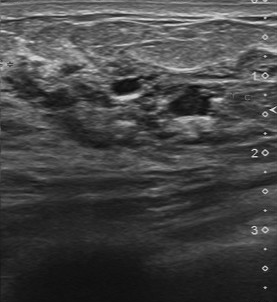
Acquired on Toshiba Aplio 300 @12-14 MHz. Imaging: breast ultrasound.
Finding: mass, benign on biopsy or follow-up. BI-RADS 5.